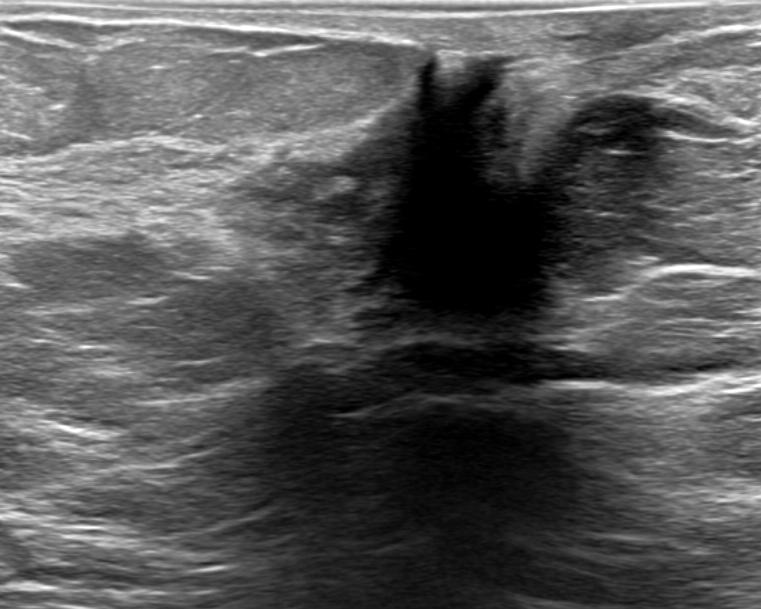
Imaging: breast ultrasound. Background echotexture is heterogeneous: predominantly fat.
Internally the mass is anechoic. No calcifications are seen. There is no echogenic halo. There is skin thickening. Margins are not circumscribed, with spiculated, angular and indistinct features. Posterior shadowing is present. Shape: irregular. Radiologist's impression: Suspicion of malignancy; Dysplasia; Breast scar (surgery). BI-RADS assessment: 4C. Biopsy or follow-up result: benign. Histopathology: Benign mammary dysplasia.